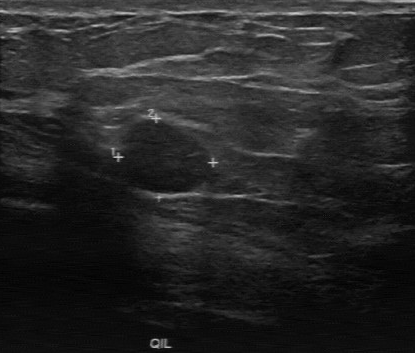
Imaging: breast US.
FINDINGS: Echogenicity: hypoechoic. Confirmed outcome (biopsy or follow-up): benign. Calcifications: absent. Boundary: clear. Margin: regular.